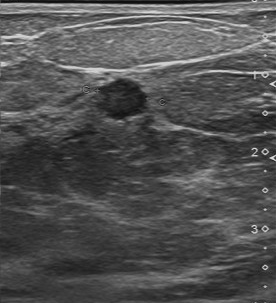
Breast ultrasound scan.
BI-RADS 4 in the original read; on a second read the margin is regular, the boundary clear and the finding hypoechoic. Histopathology: invasive ductal carcinoma (malignant).